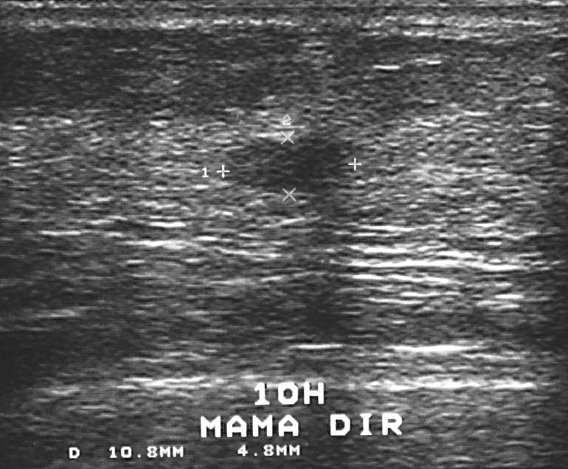
Modality: breast ultrasound scan.
A lesion is present on this breast ultrasound scan. BI-RADS category 3. The biopsy result was fibroadenoma; the lesion is benign.